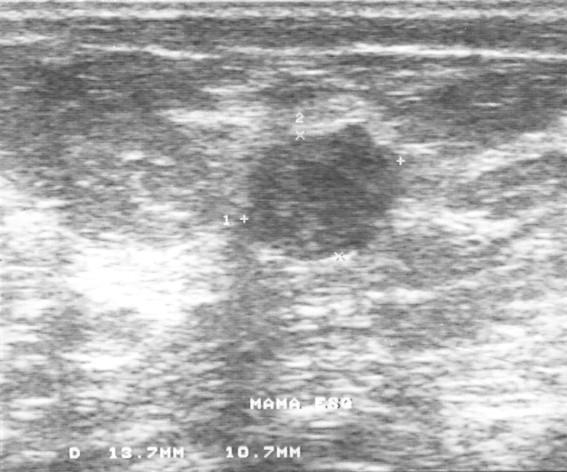
Scanner: GE Logiq 5 @10-12MHz. Imaging: breast sonogram.
Lesion characteristics:
- BI-RADS category: 3
- biopsy or follow-up result: benign